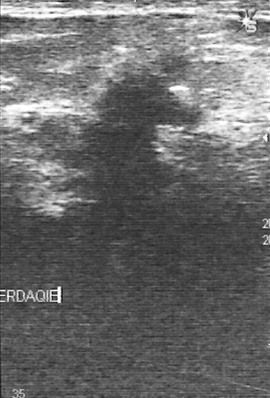
Modality: breast ultrasound.
Segment the lesion: bounding box top-left (66, 70), bottom-right (202, 197). The lesion is malignant on biopsy or follow-up. BI-RADS 4.